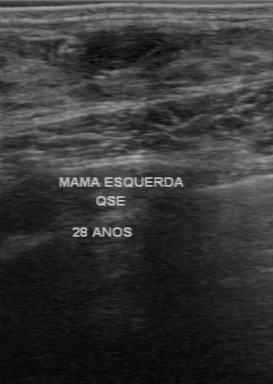
Modality: breast ultrasound.
Coordinates are pixels in the 273x384 image. Segment the breast lesion: bounding box x1=83, y1=32, x2=153, y2=68. The breast lesion is benign on biopsy or follow-up.